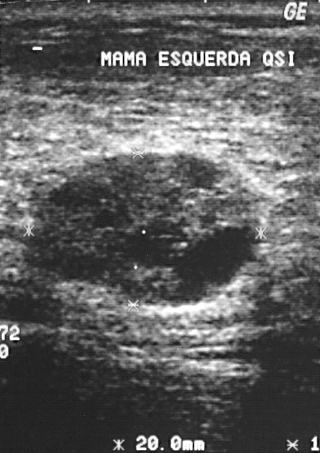
Imaging: breast ultrasound scan.
Pixel coordinates (x1, y1, x2, y2): Lesion region of interest: (23,153)-(259,304). BI-RADS 3.